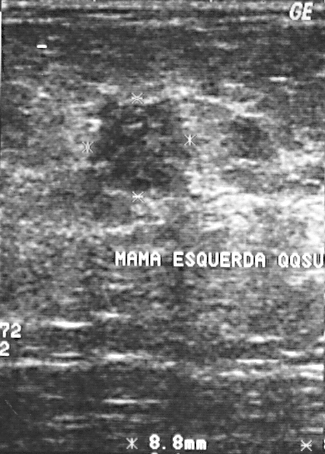
Imaging: breast sonogram.
A mass is seen. Assessment: BI-RADS 3. Biopsy showed intraductal papilloma, a benign finding.